Breast ultrasound scan. Acquired on GE Logiq 7 @10-14MHz.
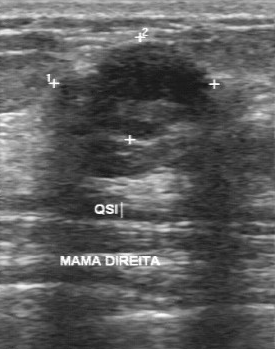
- BI-RADS: 3